B-mode breast ultrasound.
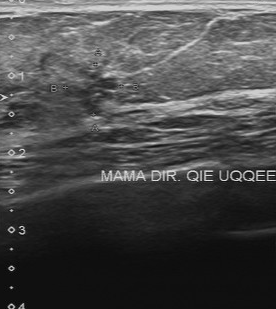
BI-RADS 4 in the original read; on a second read the margin is irregular, the boundary unclear and the finding heterogeneous. Pathology confirmed malignant adenocarcinoma.